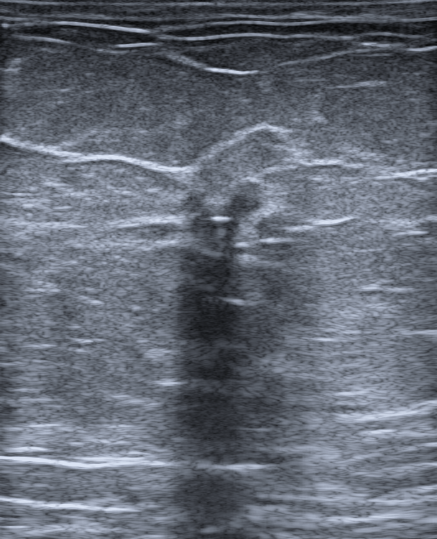
Breast sonogram.
An irregular, hypoechoic mass with indistinct margins is seen. There is posterior acoustic shadowing. There is an echogenic halo. The mass is categorized as BI-RADS 5; on biopsy or follow-up it was benign. Radiologic interpretation: Suspicion of malignancy; Intraductal papilloma. Biopsy confirmed atypical lobular hyperplasia (ALH).